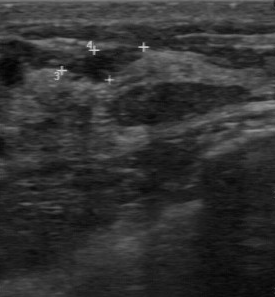
Imaging: breast US.
BI-RADS 4 in the original read; on a second read the margin is regular, the boundary fairly clear and the lesion slightly hypoechoic. No calcifications are seen. Pathology confirmed benign fibrocystic changes.